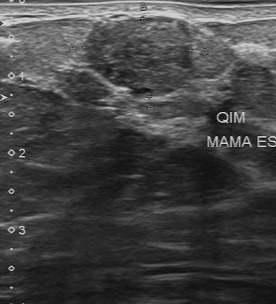
Modality: breast ultrasound scan.
Calcifications: suspected. Lesion margin is regular. The boundary is clear. Internal echoes: slightly hypoechoic. Outcome on biopsy or follow-up: benign.